Imaging: breast ultrasound.
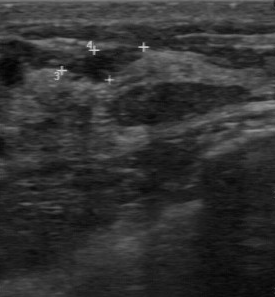
The breast lesion is benign on biopsy or follow-up.